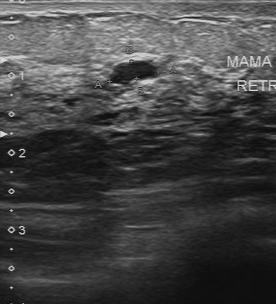
Imaging: breast ultrasound image.
This breast ultrasound image shows a mass with calcifications: absent, hypoechoic internal echoes, regular contour, clear boundary.